B-mode breast ultrasound.
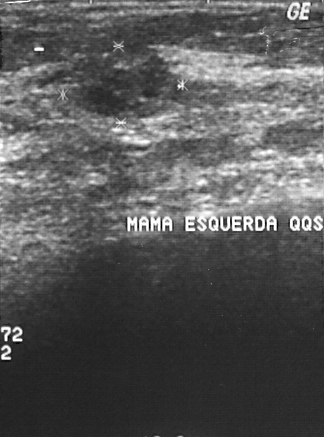
Lesion region of interest: 70 46 180 118. The finding is malignant on biopsy or follow-up.